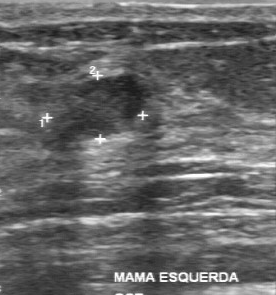
Breast ultrasound image.
Segment the finding: bounding box x1=52, y1=76, x2=145, y2=141. The finding is benign on biopsy or follow-up. BI-RADS 2.